B-mode breast ultrasound.
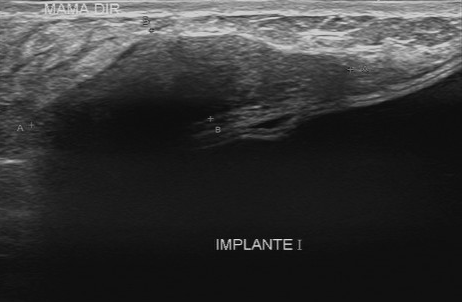
Pixel coordinates (x1, y1, x2, y2): Segment the finding: bounding box (35, 34) to (348, 160).